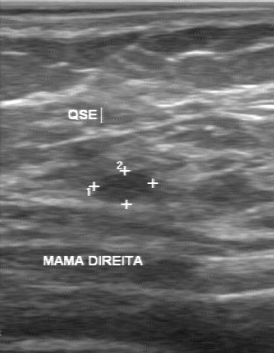
Modality: breast US. Scanner: GE Logiq 7 @10-14MHz.
This breast US shows a mass with BI-RADS on independent re-read: 3, outcome on biopsy or follow-up: benign, calcifications: absent.